Imaging: breast ultrasound.
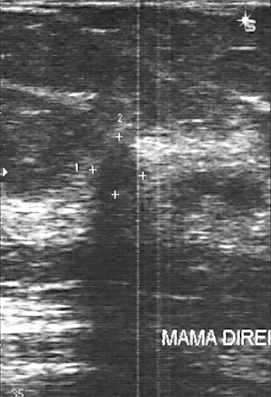
A lesion is seen. It was assessed as BI-RADS 4. Histopathology: invasive lobular carcinoma (malignant).